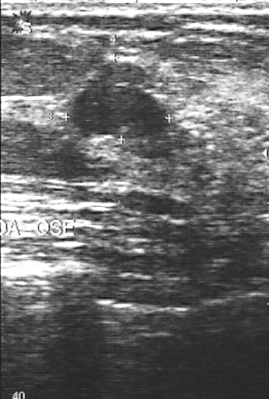
Imaging: breast US. Scanner: GE Logiq 5 @10-12MHz.
The histopathology is fibroadenoma. The BI-RADS is 3.